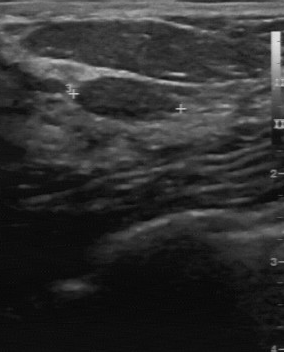
Imaging: breast sonogram. Acquired on GE Logiq 7 @10-14MHz.
The breast lesion is benign on biopsy or follow-up. (BI-RADS category 3.)